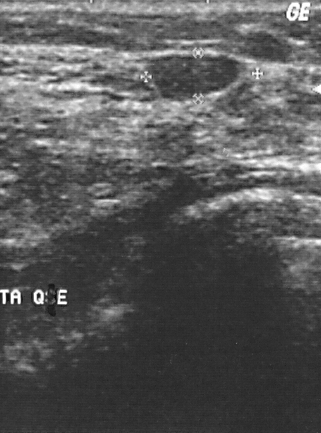
Imaging: breast ultrasound.
The finding is benign on biopsy or follow-up. (BI-RADS category 2.)